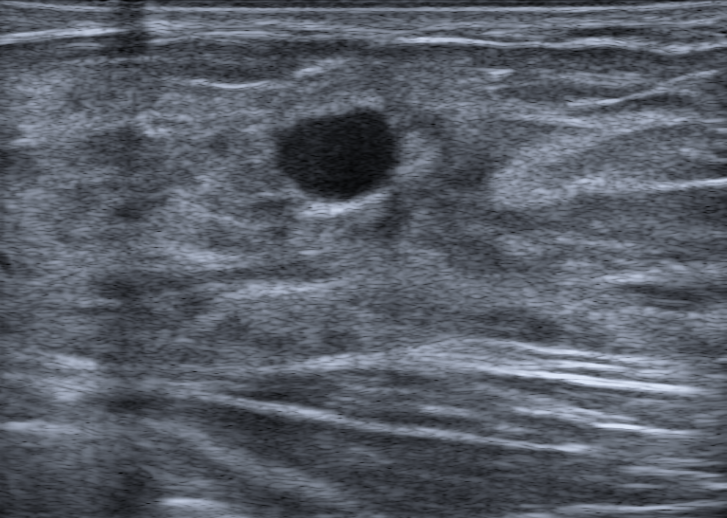
33-year-old patient. Background echotexture is heterogeneous: predominantly fibroglandular. Modality: breast ultrasound image.
There is posterior acoustic enhancement.
Skin thickening: none.
Shape: oval.
Calcifications: none.
There is no echogenic halo.
The margin is circumscribed.
Internally the breast lesion is hypoechoic.
BI-RADS assessment: 2.
The finding was confirmed by follow-up care.
Differential on reading: Cyst filled with thick fluid.